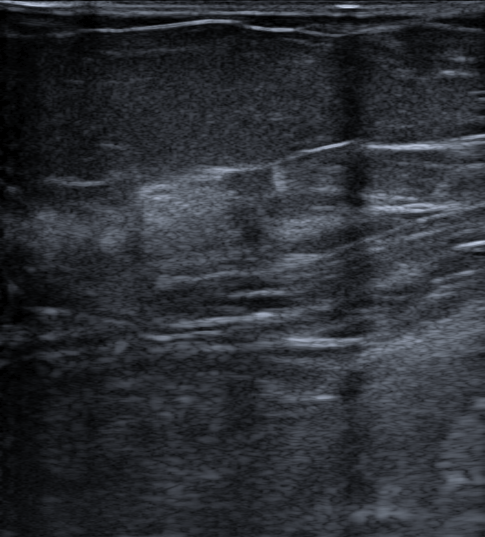
Imaging: B-mode breast ultrasound.
The breast lesion is located within the bounding box [215, 164, 276, 198]. The breast lesion is malignant on biopsy or follow-up.